Breast ultrasound image.
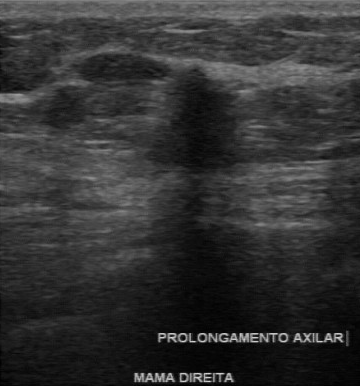
BI-RADS 4 in the original read; on a second read the margin is irregular, the boundary unclear and the finding hypoechoic. There are no calcifications. The biopsy result was invasive ductal carcinoma; the finding is malignant.